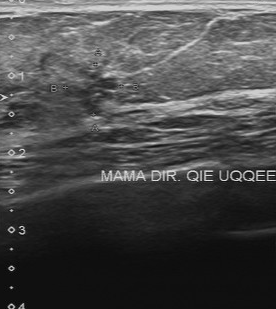
Imaging: breast sonogram.
The finding was categorized BI-RADS 4 in the original read.
On a second read by an independent reader:
The finding is heterogeneous.
The finding has an irregular margin.
No calcifications are seen.
Boundary: unclear.
The biopsy result was adenocarcinoma; the finding is malignant.